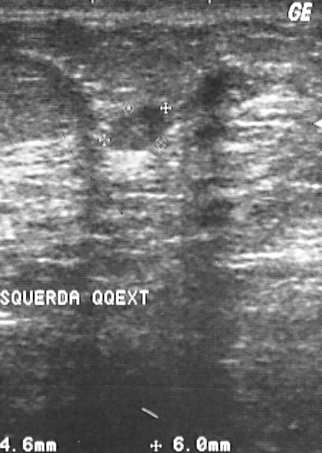
Modality: breast ultrasound. Scanner: GE Logiq 5 @10-12MHz.
The biopsy result was cyst. BI-RADS assessment: 2. This finding proved benign on biopsy or follow-up.